Modality: B-mode breast ultrasound.
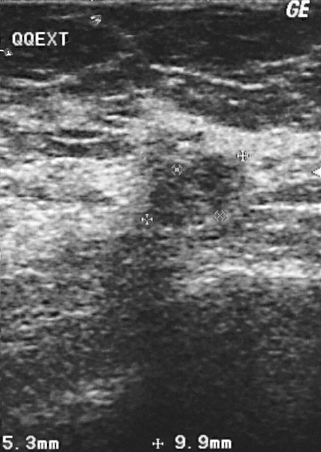
Biopsy showed lipoma. This finding proved benign on biopsy or follow-up. BI-RADS category 2.